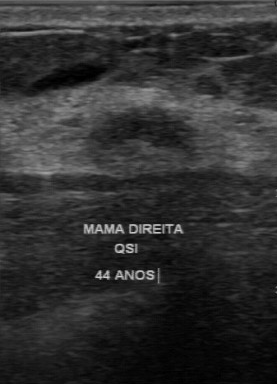
Breast ultrasound.
Margin: regular. Second-reader BI-RADS: 3.